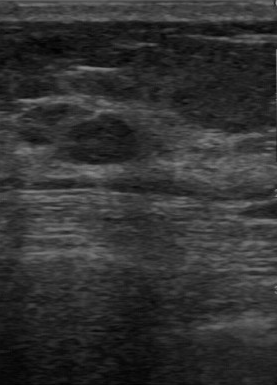
Breast ultrasound image.
BI-RADS assessment: 3. Biopsy result: fibroadenoma.
OUTCOME ON BIOPSY OR FOLLOW-UP: benign.